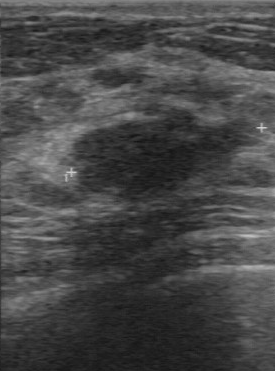
Breast ultrasound.
Boundary: clear. Echogenicity: hypoechoic. Calcifications: none. Margin: regular. Outcome on biopsy or follow-up: benign.
OUTCOME ON BIOPSY OR FOLLOW-UP: benign.